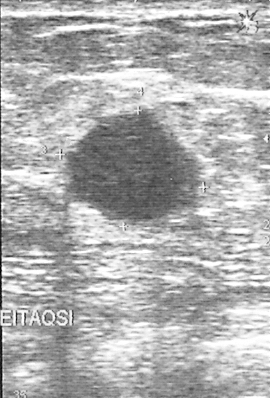
Breast ultrasound image.
A finding is present on this breast ultrasound image. Assessment: BI-RADS 4. The biopsy result was invasive ductal carcinoma; the finding is malignant.